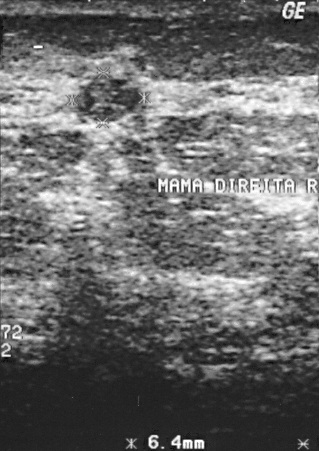
Breast sonogram.
Pixel coordinates (x1, y1, x2, y2): Breast lesion bounding box: (75, 74) to (136, 123). The breast lesion is benign on biopsy or follow-up.